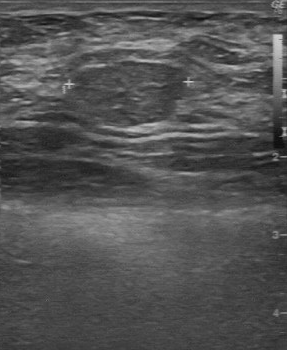
Modality: breast ultrasound scan.
FINDINGS: Second-reader BI-RADS: 3. BI-RADS (first reader): 2. Confirmed outcome (biopsy or follow-up): benign.
OUTCOME ON BIOPSY OR FOLLOW-UP: benign.